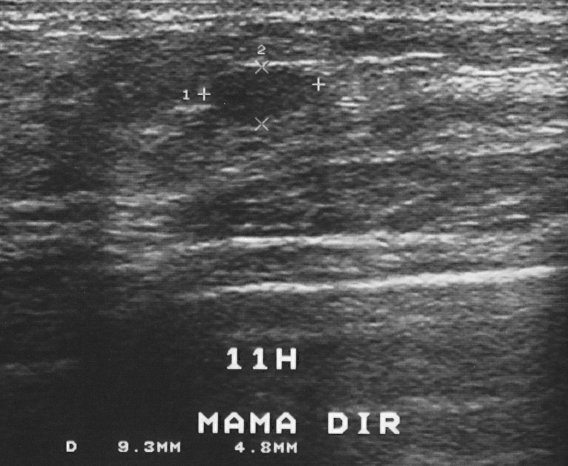
Acquired on GE Logiq 5 @10-12MHz. Breast sonogram.
The breast lesion is benign on biopsy or follow-up. (BI-RADS category 2.)